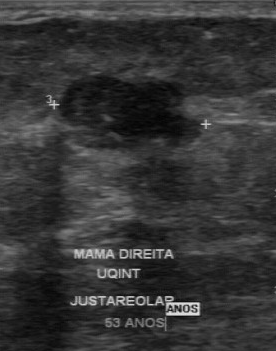
Imaging: B-mode breast ultrasound.
A breast lesion is seen with BI-RADS category: 4, outcome on biopsy or follow-up: malignant, histopathology: invasive ductal carcinoma.